Imaging: B-mode breast ultrasound.
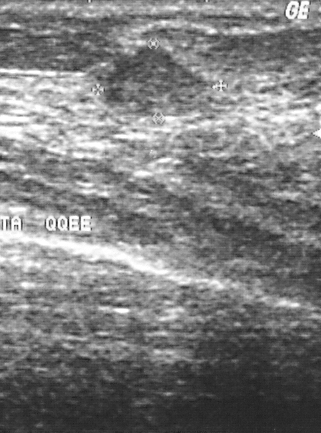
(coordinates in a 321x433 pixel frame) The lesion is located within the bounding box top-left (109, 53), bottom-right (201, 107). The lesion is benign on biopsy or follow-up.